Scanner: GE Logiq 7 @10-14MHz. Imaging: breast ultrasound scan.
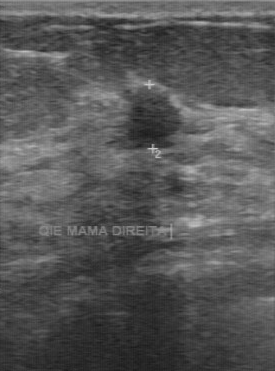
The lesion boundary is somewhat unclear. Echo pattern: hypoechoic. Margin is regular. No calcifications are seen.